Breast ultrasound scan.
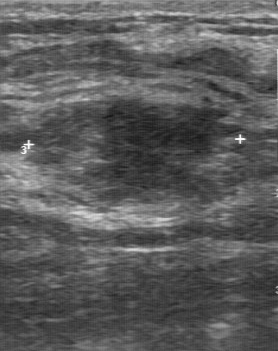
Boundary: somewhat unclear. Echogenicity is slightly hypoechoic. No calcifications are seen. Contour is partially regular. Second-reader BI-RADS is 4A. The original BI-RADS is 3.